Modality: breast ultrasound.
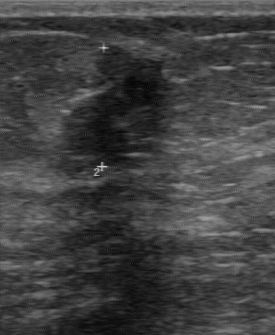
This breast ultrasound shows a finding, benign on biopsy or follow-up.